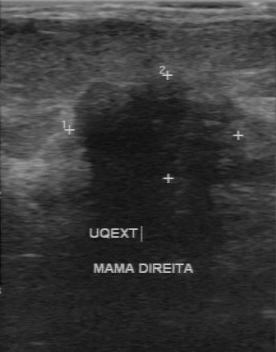
Imaging: breast US. Scanner: GE Logiq 7 @10-14MHz.
Biopsy or follow-up result: malignant. (BI-RADS category 4.)